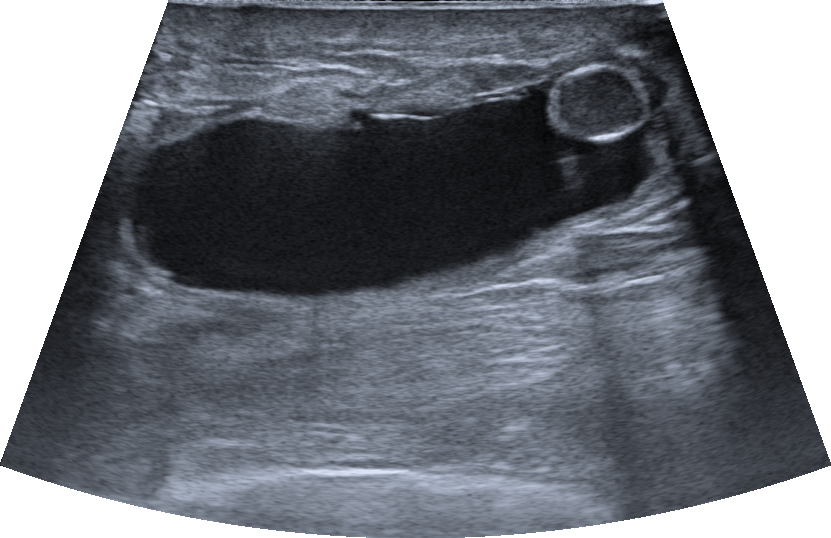
Modality: breast ultrasound scan.
Segment the mass: bounding box (128,62)-(660,300). The mass is benign on biopsy or follow-up.